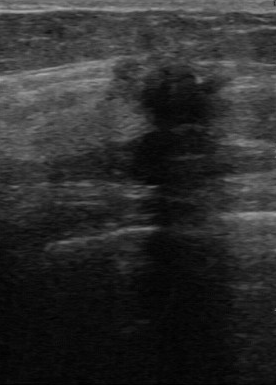
Modality: breast US.
(coordinates in a 276x385 pixel frame) Lesion region of interest: x1=130, y1=63, x2=229, y2=130.